Modality: breast sonogram.
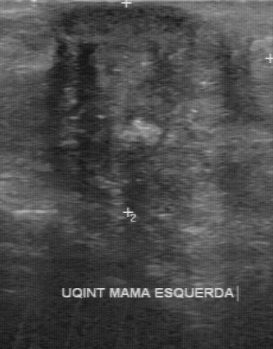
The finding is malignant on biopsy or follow-up.